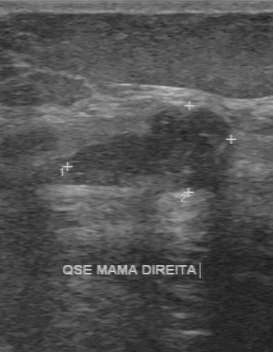
Modality: breast sonogram.
The finding is located within the bounding box 70 110 235 190.